Imaging: breast ultrasound scan.
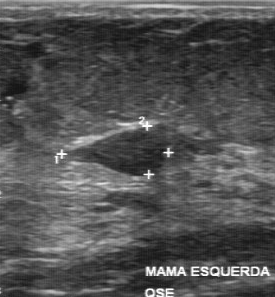
(coordinates in a 275x297 pixel frame) Lesion bounding box: [80, 127, 173, 176]. The lesion is benign on biopsy or follow-up.